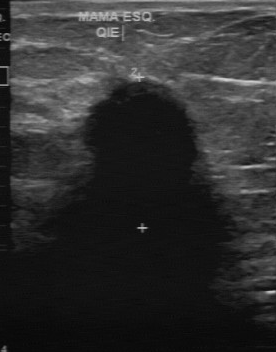
Breast ultrasound image.
The breast lesion demonstrates calcifications: absent, hypoechoic internal echoes, unclear boundary, irregular margin.